Breast US.
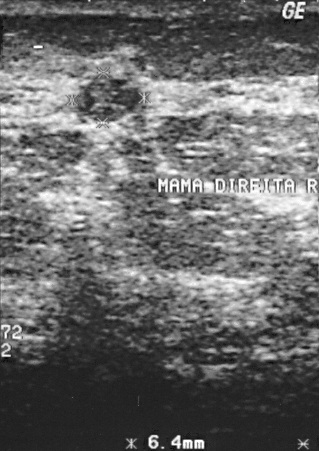
Finding: breast lesion, benign on biopsy or follow-up. (BI-RADS category 2.)